Breast sonogram.
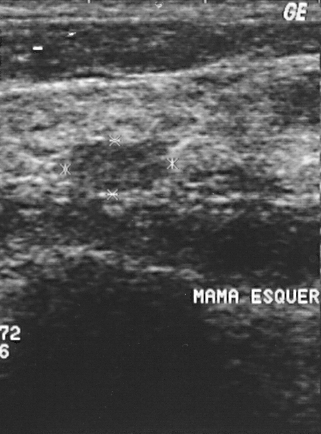
Finding: mass, benign on biopsy or follow-up.